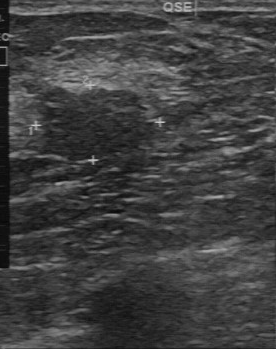
Breast ultrasound scan.
The lesion was assessed as BI-RADS 4 by the original reader. A second reader, independent of the original assessment, describes a slightly hypoechoic lesion with a partially regular margin; the boundary is somewhat unclear. Calcifications: none. Histopathology: fibroadenoma (benign).